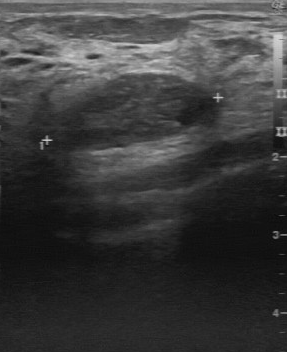
Acquired on GE Logiq 7 @10-14MHz. Modality: breast sonogram.
BI-RADS 2 in the original read. Findings on the second read (an independent reader): a slightly hypoechoic breast lesion, margin regular, boundary clear. Histopathology: fibroadenoma (benign).